Imaging: B-mode breast ultrasound.
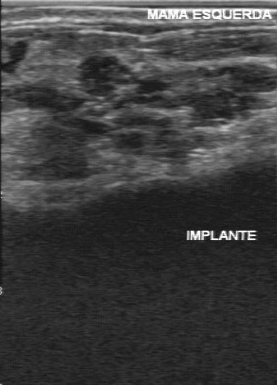
The lesion was categorized BI-RADS 5 in the original read. On a second, independent read, a lesion with an irregular margin and an unclear boundary is seen; it is heterogeneous. Calcifications: multiple clustered microcalcifications. The biopsy result was ductal carcinoma in situ; the lesion is malignant.